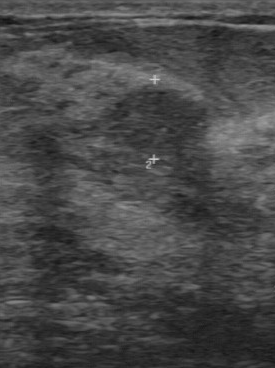
Breast ultrasound.
Outcome on biopsy or follow-up is benign. BI-RADS category: 4.